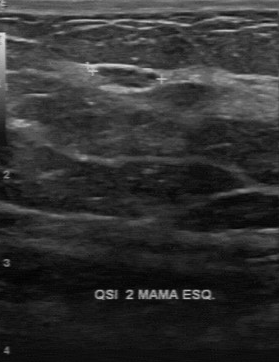
Modality: breast ultrasound scan. Scanner: GE Logiq 7 @10-14MHz.
The original reader assigned BI-RADS 4.
On a second read by an independent reader:
The finding has a regular margin.
No calcifications are seen.
Its boundary is clear.
Echo pattern: slightly hypoechoic.
Histopathology: sclerosing adenosis (benign).